Imaging: breast ultrasound scan.
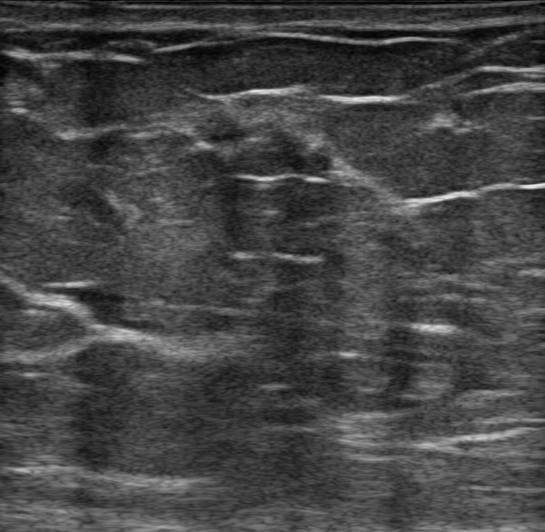
BI-RADS assessment: 4A. Shape: oval. Histopathology: Lobular carcinoma in situ (LCIS). Confirmed outcome (biopsy or follow-up): benign. Lesion margin: circumscribed. Verification: confirmed by biopsy. Echogenic halo: none. Echo pattern: hypoechoic. Posterior acoustic features: none. Calcifications: none.
OUTCOME ON BIOPSY OR FOLLOW-UP: benign.